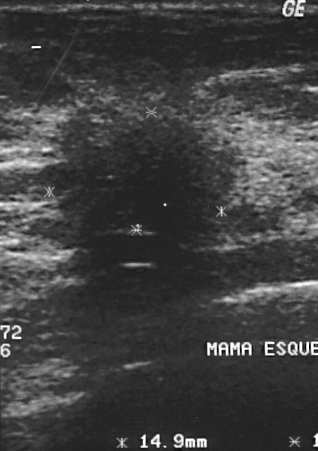
Acquired on GE Logiq 5 @10-12MHz. Breast sonogram.
A finding is present on this breast sonogram. It was assessed as BI-RADS 4. Biopsy showed invasive ductal carcinoma, a malignant finding.